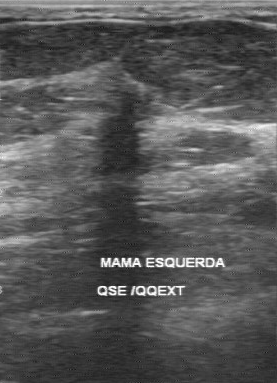
Scanner: GE Logiq 7 @10-14MHz. Imaging: B-mode breast ultrasound.
The mass was assessed as BI-RADS 5 by the original reader. A second reader, independent of the original assessment, describes a hypoechoic mass with an irregular margin; the boundary is unclear. Calcifications: none. Biopsy showed invasive ductal carcinoma, a malignant finding.